Modality: breast ultrasound image. Acquired on GE Logiq 7 @10-14MHz.
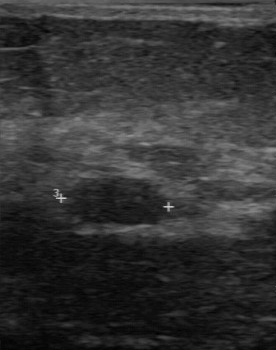
Original-read BI-RADS category: 3. Descriptors from an independent second read (not the reader who assigned the category): The margin is partially regular. Boundary: fairly clear. Internally the lesion is hypoechoic. No calcifications are seen. The biopsy result was fibroadenoma; the lesion is benign.